Breast ultrasound scan.
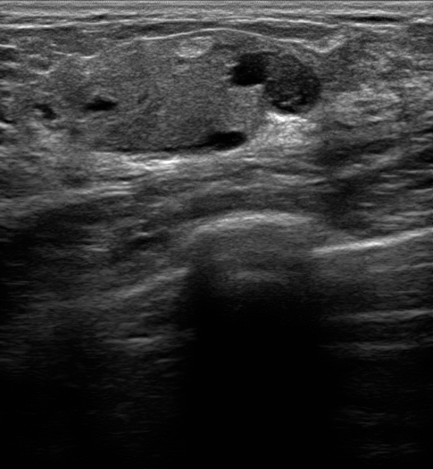
A breast lesion is seen with echogenic halo: none, BI-RADS assessment: 4A, skin thickening: absent, calcifications: absent, posterior features: enhancement.